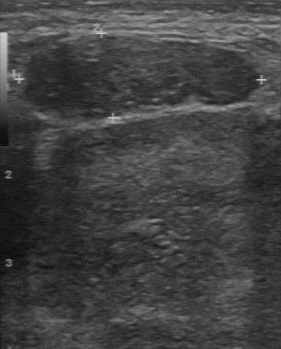
Breast ultrasound image. Acquired on GE Logiq 7 @10-14MHz.
The breast lesion was assessed as BI-RADS 4 by the original reader. The following findings are from a second reader, independent of the original assessment. The lesion boundary is clear. Calcifications: none. Echo pattern: slightly hypoechoic. The margin is regular. The biopsy result was lymphoma; the breast lesion is malignant.